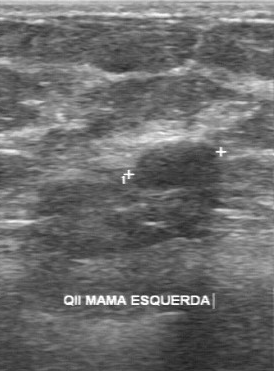
Breast ultrasound image.
The lesion is benign on biopsy or follow-up.